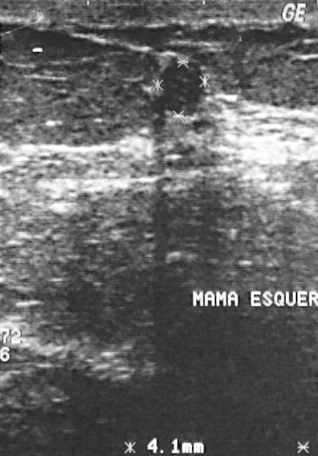
Scanner: GE Logiq 5 @10-12MHz. Breast ultrasound scan.
Pixel coordinates (x1, y1, x2, y2): Lesion region of interest: x1=160, y1=60, x2=203, y2=104. The finding is benign on biopsy or follow-up.